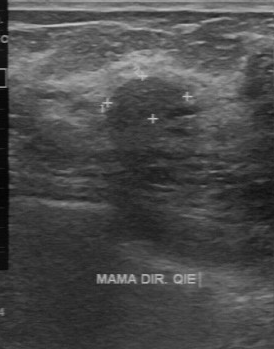
B-mode breast ultrasound. Scanner: GE Logiq 7 @10-14MHz.
FINDINGS: B-mode breast ultrasound. Contour: regular. Lesion boundary: fairly clear. Echogenicity: slightly hypoechoic. Calcifications: absent.
OUTCOME ON BIOPSY OR FOLLOW-UP: benign.